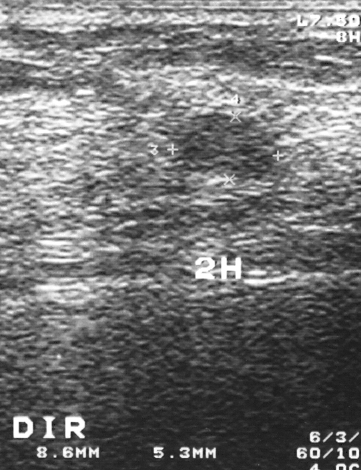
Scanner: GE Logiq 5 @10-12MHz. Modality: breast sonogram.
The lesion is assessed as BI-RADS 3. Histopathology: fibroadenoma (benign).